Imaging: breast US.
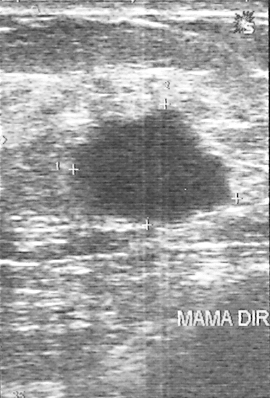
Mass: malignant on biopsy or follow-up. BI-RADS 4.